Modality: breast US.
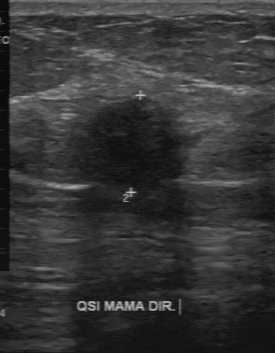
The BI-RADS category is 4. Biopsy or follow-up result: malignant.